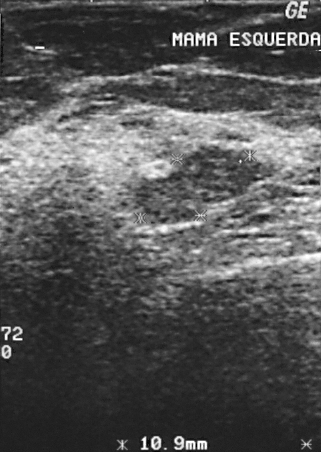
Breast ultrasound image.
Breast lesion: benign on biopsy or follow-up.